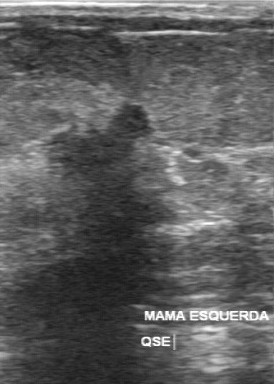
Imaging: breast US.
BI-RADS 5 in the original read; on a second read the margin is irregular, the boundary unclear and the finding hypoechoic. The biopsy result was invasive ductal carcinoma; the finding is malignant.